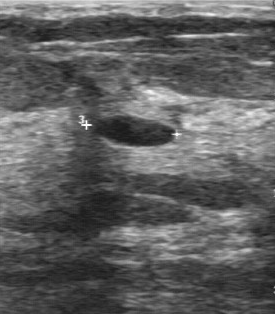
Imaging: breast ultrasound image.
The confirmed outcome (biopsy or follow-up) is benign. The echogenicity is hypoechoic. Original BI-RADS is 2. The BI-RADS on independent re-read is 2. The boundary is clear.